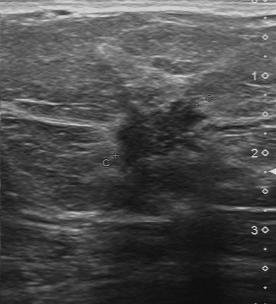
Breast ultrasound image.
Biopsy or follow-up result: malignant. BI-RADS 5.